Imaging: breast US.
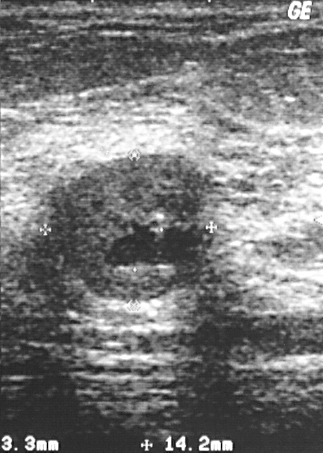
Biopsy or follow-up result: benign. BI-RADS 3.